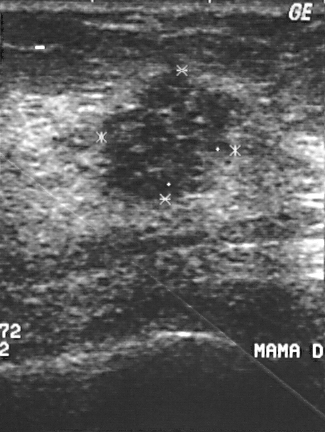
Modality: B-mode breast ultrasound.
This B-mode breast ultrasound shows a lesion with pathology: invasive ductal carcinoma, confirmed outcome (biopsy or follow-up): malignant, BI-RADS: 4.